Acquired on GE Logiq 7 @10-14MHz. Imaging: B-mode breast ultrasound.
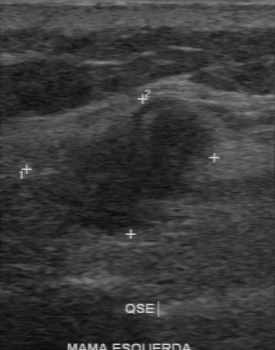
Lesion characteristics:
- internal echoes: hypoechoic
- contour: partially regular
- boundary: somewhat unclear
- calcifications: none